Modality: breast ultrasound.
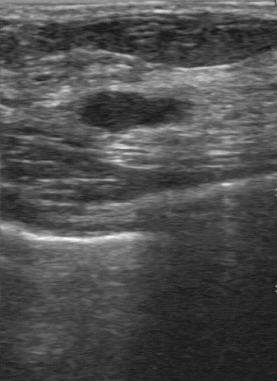
The histopathology is fibroadenoma. No calcifications are seen. The second-reader BI-RADS is 3. Boundary: fairly clear.